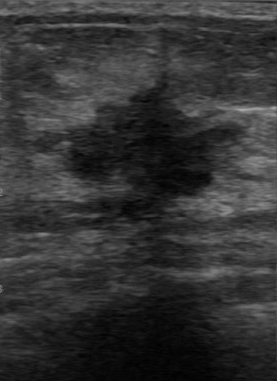
Imaging: breast ultrasound image.
Original-read BI-RADS category: 4. On a second read by an independent reader: There are no calcifications. Its boundary is unclear. Margin: irregular. Internally the breast lesion is hypoechoic. Biopsy showed invasive ductal carcinoma, a malignant finding.